Imaging: breast sonogram.
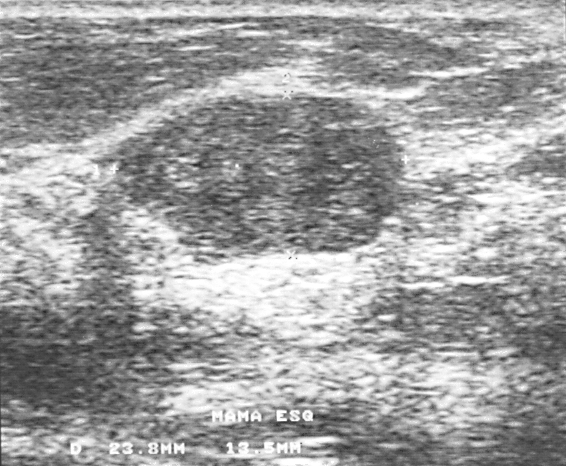
A mass is seen. Assessment: BI-RADS 2. Pathology confirmed benign fibroadenoma.